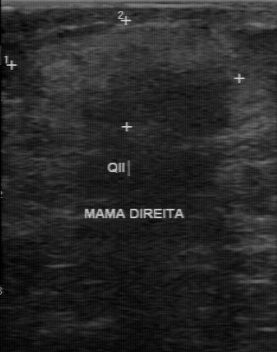
Imaging: breast ultrasound.
The finding was assessed as BI-RADS 2 by the original reader. On a second read by an independent reader: The margin is regular. Echo pattern: isoechoic. There are no calcifications. Boundary: fairly clear. The biopsy result was hamartoma; the finding is benign.